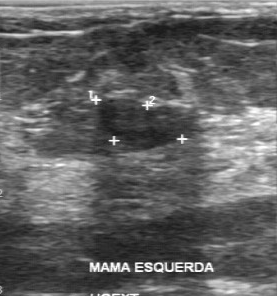
Acquired on GE Logiq 7 @10-14MHz. Breast sonogram.
Biopsy or follow-up result: benign.